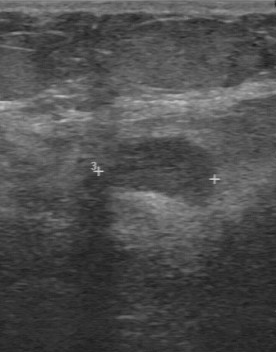
Acquired on GE Logiq 7 @10-14MHz. Breast US.
The original reader assigned BI-RADS 3. Descriptors from an independent second read (not the reader who assigned the category): There are no calcifications. Internally the lesion is hypoechoic. The lesion boundary is clear. The margin is regular. Biopsy showed fibroadenoma, a benign finding.